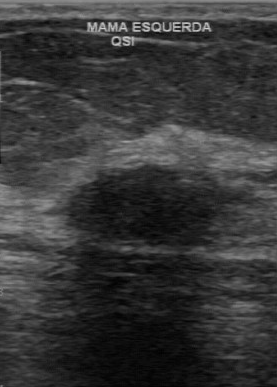
Breast US. Scanner: GE Logiq 7 @10-14MHz.
Coordinates are pixels in the 277x387 image. The breast lesion is located within the bounding box 65 166 221 246. The breast lesion is benign on biopsy or follow-up.